Breast ultrasound scan.
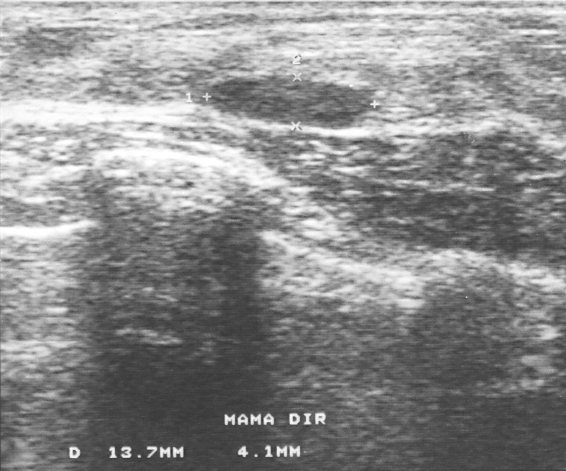
Outcome on biopsy or follow-up: benign. (BI-RADS category 2.)